Modality: breast ultrasound image.
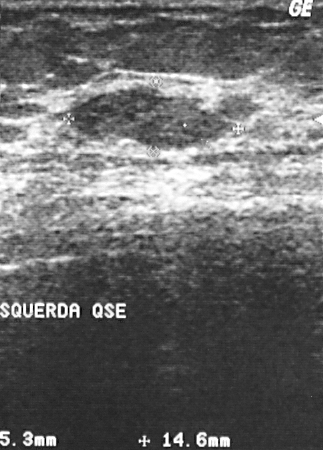
Breast ultrasound image findings:
- BI-RADS assessment: 2
- outcome on biopsy or follow-up: benign